B-mode breast ultrasound. Acquired on GE Logiq 7 @10-14MHz.
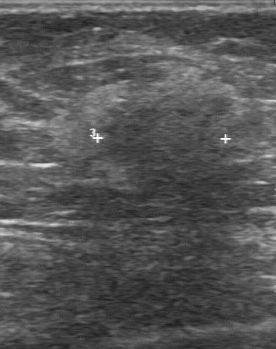
Lesion boundary: unclear. Lesion margin is irregular. Internal echoes are heterogeneous. Calcifications are absent.